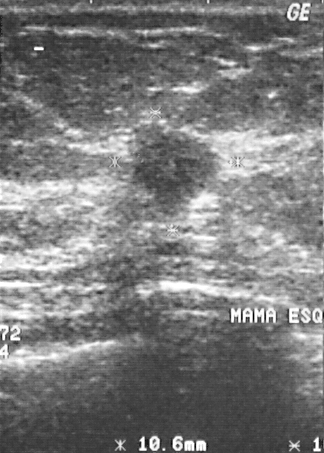
B-mode breast ultrasound. Acquired on GE Logiq 5 @10-12MHz.
Coordinates are pixels in the 324x453 image. Segment the lesion: bounding box x1=126, y1=120, x2=223, y2=224.